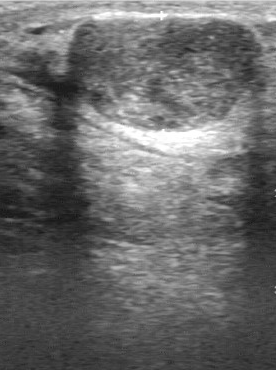
Modality: breast ultrasound scan.
Finding bounding box: top-left (68, 16), bottom-right (263, 133). The finding is benign on biopsy or follow-up.